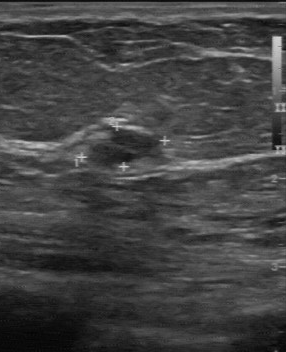
Scanner: GE Logiq 7 @10-14MHz. Breast ultrasound.
The original reader assigned BI-RADS 2. On a second read by an independent reader: Its boundary is clear. The finding is slightly hypoechoic. There are no calcifications. Margin: regular. Biopsy showed cyst, a benign finding.